Modality: breast sonogram. Background tissue composition: heterogeneous: predominantly fibroglandular.
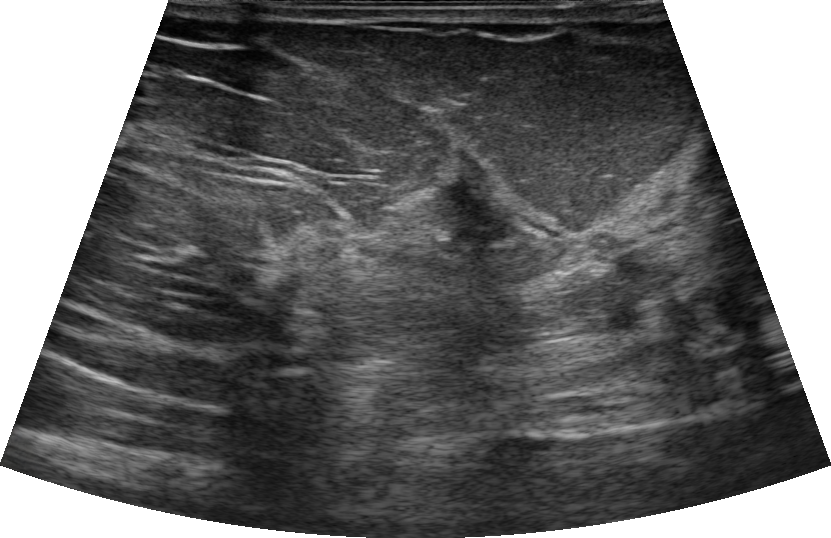
- biopsy or follow-up result: malignant
- echogenic halo: absent
- posterior acoustic features: absent
- histopathology: Invasive carcinoma of no special type (NST)
- verification: confirmed by biopsy
- margin: not circumscribed - angular and indistinct
- BI-RADS assessment: 4B
- echogenicity: hypoechoic
- shape: irregular
- skin thickening: none